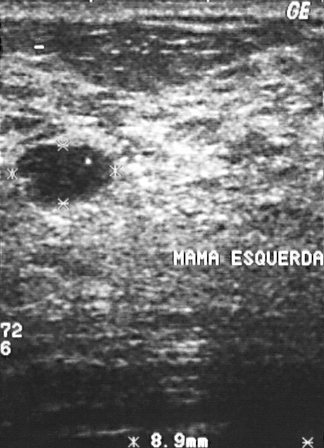
Modality: breast ultrasound.
Biopsy or follow-up result: benign. (BI-RADS category 2.)